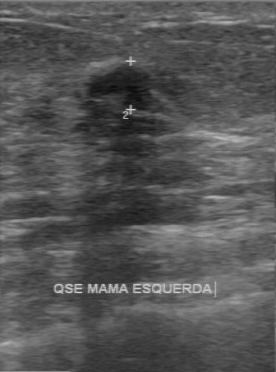
Acquired on GE Logiq 7 @10-14MHz. Breast US.
BI-RADS 3 in the original read; on a second read the margin is partially regular, the boundary clear and the mass hypoechoic. The biopsy result was fibroadenoma; the mass is benign.